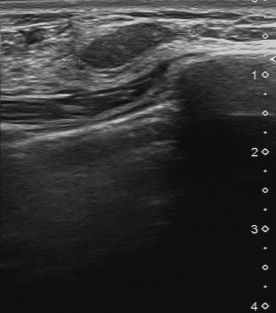
Modality: breast ultrasound. Acquired on Toshiba Aplio 300 @12-14 MHz.
Lesion boundary is clear. Calcifications are absent. Echogenicity is slightly hypoechoic. Margin: regular.